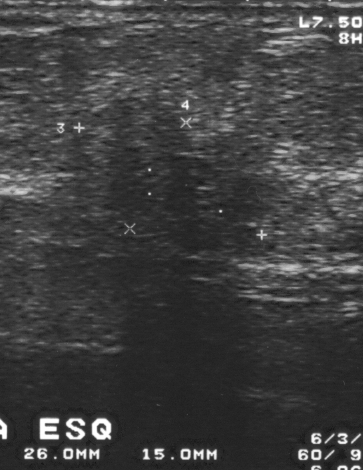
B-mode breast ultrasound. Scanner: GE Logiq 5 @10-12MHz.
Histopathology: invasive ductal carcinoma. The mass is assessed as BI-RADS 4. This mass proved malignant on biopsy or follow-up.